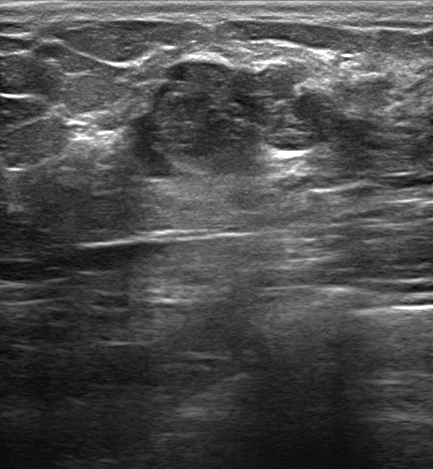
Imaging: breast US.
Finding: lesion, benign on biopsy or follow-up. BI-RADS 4A.